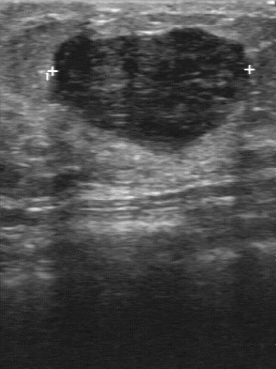
Modality: breast ultrasound image.
BI-RADS (first reader) is 3. Calcifications are absent. Echogenicity is slightly hypoechoic. Boundary is clear. BI-RADS (second read): 4A.